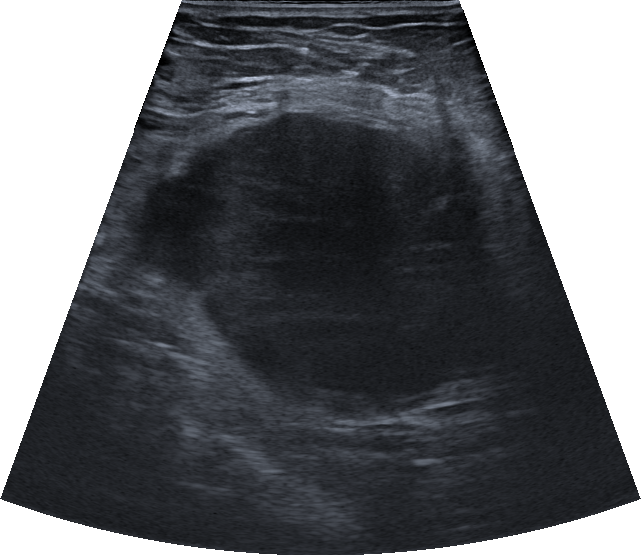
Modality: B-mode breast ultrasound.
FINDINGS: Calcifications: none. Verification: confirmed by biopsy. BI-RADS: 4C. Lesion shape: oval. Skin thickening: none. Margin: not circumscribed - indistinct. Outcome on biopsy or follow-up: malignant. Echo pattern: complex cystic/solid. Radiologic interpretation: Suspicion of malignancy.
OUTCOME ON BIOPSY OR FOLLOW-UP: malignant.